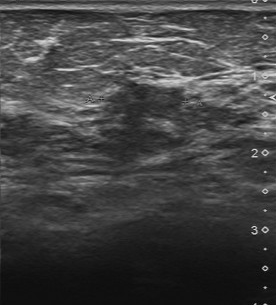
Imaging: breast US.
BI-RADS category: 4. Biopsy result: fibroadenoma.
OUTCOME ON BIOPSY OR FOLLOW-UP: benign.